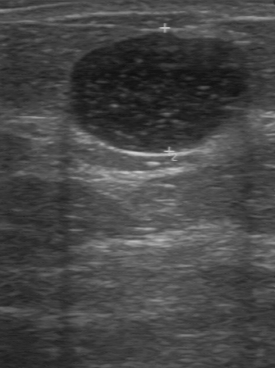
Breast ultrasound scan.
Original-read BI-RADS category: 2. The following findings are from a second reader, independent of the original assessment. No calcifications are seen. The breast lesion is hypoechoic. Boundary: clear. Margin: regular. Biopsy showed cyst, a benign finding.